Modality: breast ultrasound image.
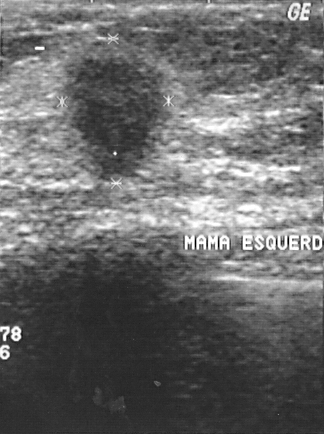
Coordinates are pixels in the 324x434 image. The finding occupies approximately [60, 41, 166, 186].